Imaging: breast US. Background echotexture is heterogeneous: predominantly fat.
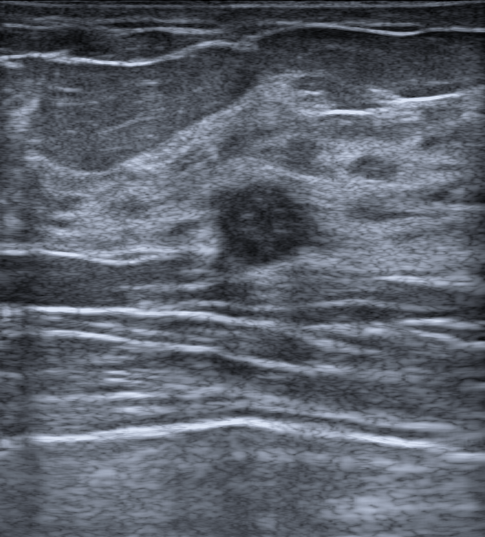
The lesion demonstrates posterior acoustic features: enhancement, calcifications: none, BI-RADS category: 4A, histopathology: Benign mammary dysplasia, oval shape, echogenic halo: none, circumscribed lesion margin, skin thickening: none.